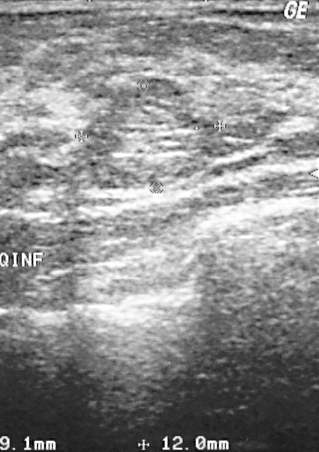
Breast ultrasound scan.
The mass is benign on biopsy or follow-up.
Biopsy showed fibrocystic changes, a benign finding.
BI-RADS assessment: 2.